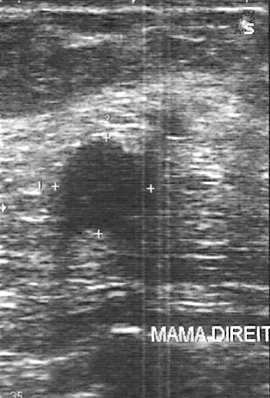
Breast sonogram.
Pixel coordinates (x1, y1, x2, y2): Segment the finding: bounding box 46 139 158 237. The finding is benign on biopsy or follow-up.